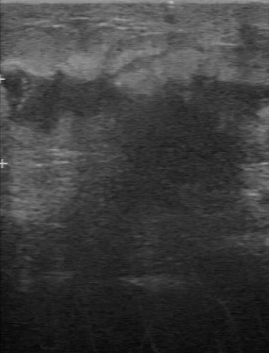
B-mode breast ultrasound.
The breast lesion is malignant on biopsy or follow-up. (BI-RADS category 5.)